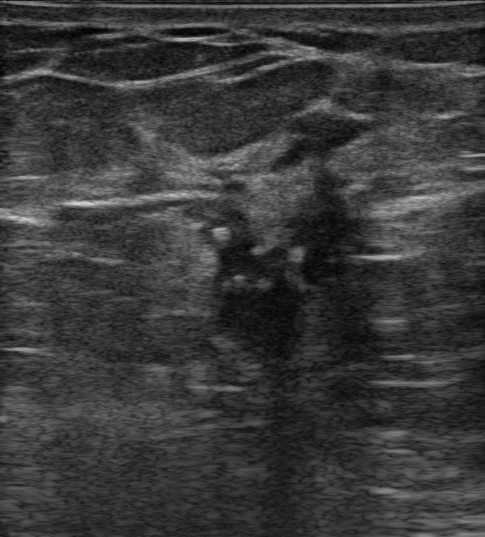
Background echotexture is heterogeneous: predominantly fat. Modality: breast ultrasound scan.
The histopathology is Invasive carcinoma of no special type (NST). Calcifications are in a mass. There is no echogenic halo. Shape is irregular. Differential: Suspicion of malignancy. BI-RADS: 5. The margin is not circumscribed - spiculated. The posterior features are shadowing. Skin thickening is absent. Biopsy or follow-up result is malignant. Echotexture is heterogeneous.